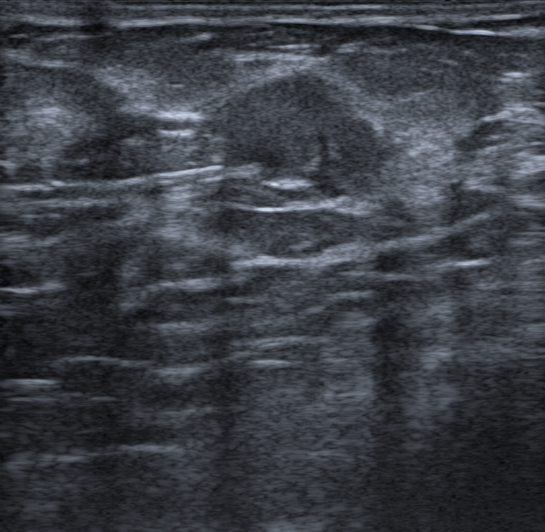
Imaging: breast US.
Mass: malignant on biopsy or follow-up. (BI-RADS category 4C.)